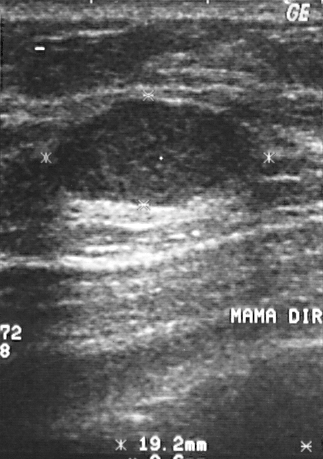
B-mode breast ultrasound.
This B-mode breast ultrasound shows a breast lesion. Assessment: BI-RADS 2. Biopsy showed fibroadenoma, a benign finding.